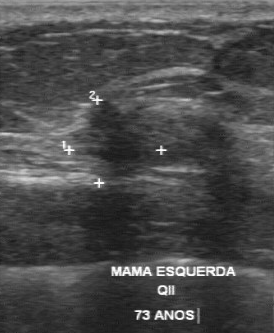
Imaging: breast US.
(coordinates in a 274x333 pixel frame) The lesion is located within the bounding box top-left (71, 101), bottom-right (161, 181). BI-RADS 5.